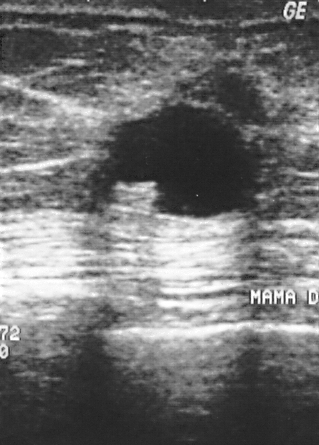
Breast ultrasound scan.
Biopsy or follow-up result: benign. (BI-RADS category 4.)